Acquired on GE Logiq 5 @10-12MHz. Imaging: breast US.
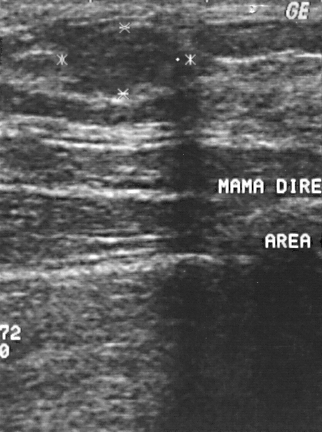
The breast lesion is benign on biopsy or follow-up. (BI-RADS category 2.)